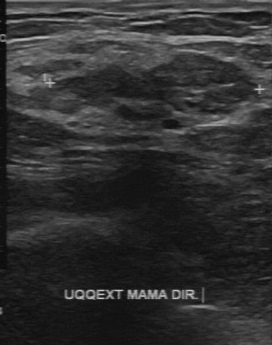
Breast ultrasound scan. Acquired on GE Logiq 7 @10-14MHz.
This breast ultrasound scan shows a mass, benign on biopsy or follow-up.